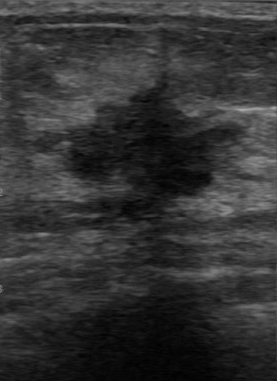
Imaging: breast US.
Biopsy result is invasive ductal carcinoma. Biopsy or follow-up result: malignant. The BI-RADS assessment is 4.